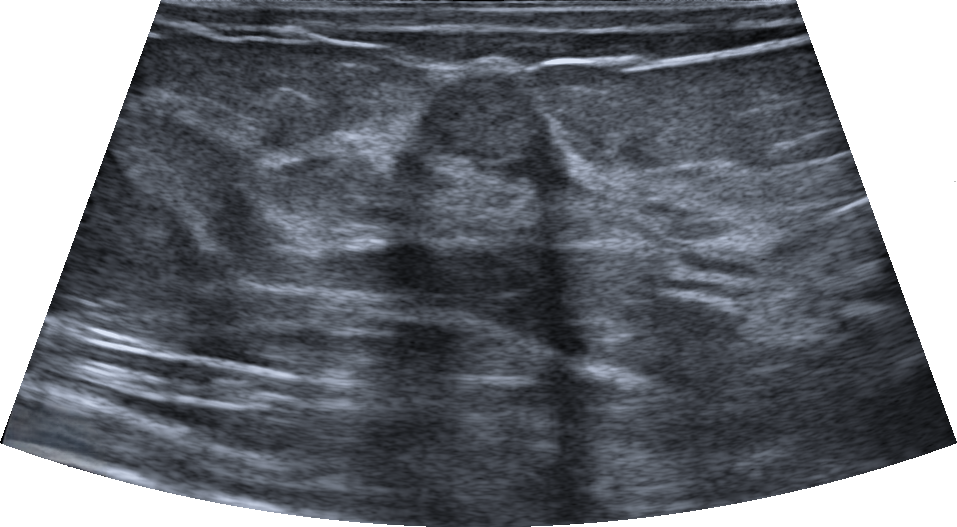
47-year-old patient. Imaging: breast US.
Pixel coordinates (x1, y1, x2, y2): Segment the lesion: bounding box (422, 69) to (548, 183). The lesion is benign on biopsy or follow-up.